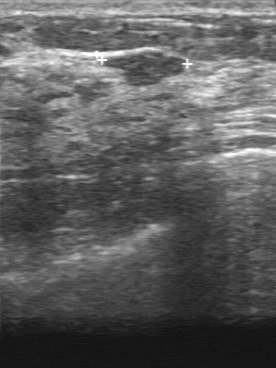
Modality: B-mode breast ultrasound. Scanner: GE Logiq 7 @10-14MHz.
B-mode breast ultrasound findings:
- confirmed outcome (biopsy or follow-up): benign
- lesion margin: partially regular
- second-reader BI-RADS: 3
- boundary: fairly clear